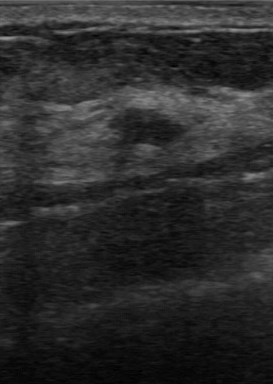
Acquired on GE Logiq 7 @10-14MHz. Breast US.
The breast lesion demonstrates hypoechoic echo pattern, calcifications: absent, biopsy or follow-up result: benign, regular lesion margin, clear boundary.